Breast ultrasound image. Scanner: GE Logiq 7 @10-14MHz.
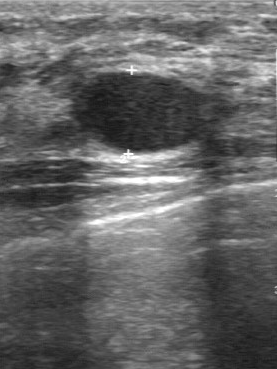
- contour: regular
- biopsy result: cyst
- calcifications: none
- lesion boundary: clear
- confirmed outcome (biopsy or follow-up): benign
- internal echoes: hypoechoic